Breast sonogram.
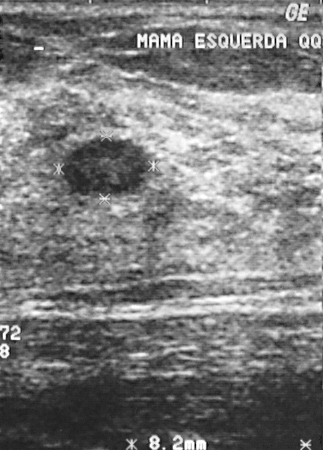
Pathology: cyst. BI-RADS category: 2.
OUTCOME ON BIOPSY OR FOLLOW-UP: benign.